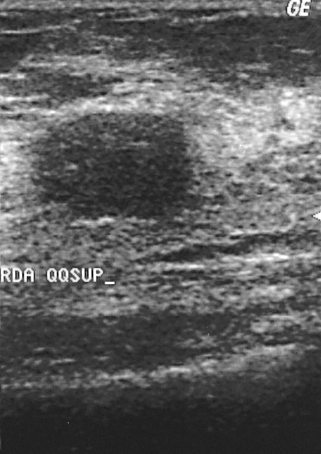
Breast ultrasound scan.
This breast ultrasound scan shows a finding. BI-RADS category 2. The biopsy result was fibroadenoma; the finding is benign.